Breast US.
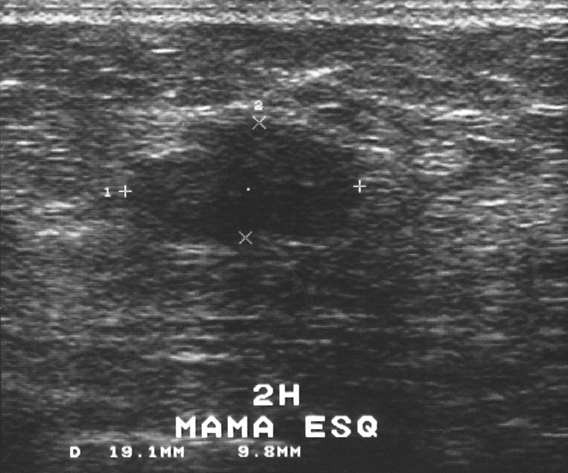
A finding is seen. It was assessed as BI-RADS 4. Pathology confirmed benign fibroadenoma.